Modality: breast sonogram.
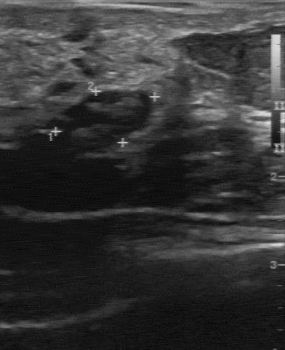
Coordinates are pixels in the 285x350 image. Lesion region of interest: (58,91)-(151,149). The mass is benign on biopsy or follow-up. BI-RADS 4.